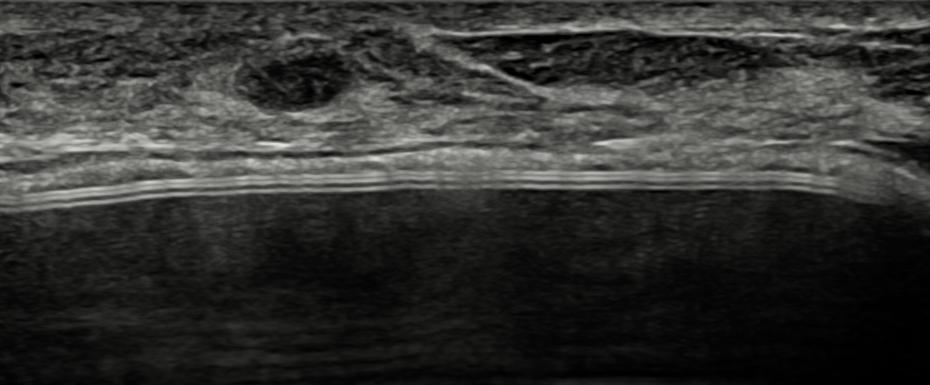
Modality: breast sonogram.
FINDINGS: Calcifications: none. Radiologic interpretation: Cyst filled with thick fluid; Fibroadenoma; Silicone implant. Skin thickening: absent. Posterior acoustic features: none. BI-RADS assessment: 3. Margin: circumscribed. Echogenic halo: absent. Shape: oval.
OUTCOME ON BIOPSY OR FOLLOW-UP: benign.